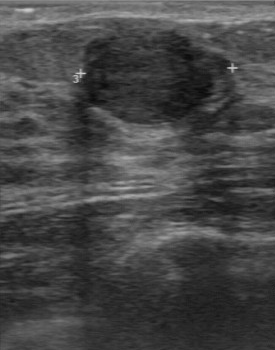
Modality: B-mode breast ultrasound.
A lesion is seen with second-reader BI-RADS: 3, clear boundary, original BI-RADS: 2, calcifications: absent, hypoechoic internal echoes.